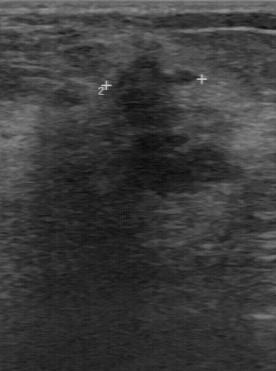
Imaging: breast ultrasound.
The finding demonstrates BI-RADS category: 4, outcome on biopsy or follow-up: malignant.